Modality: breast ultrasound.
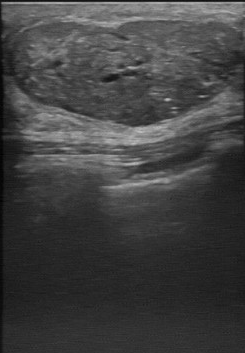
Pathology: phyllodes tumor. Outcome on biopsy or follow-up: benign. BI-RADS category is 4.